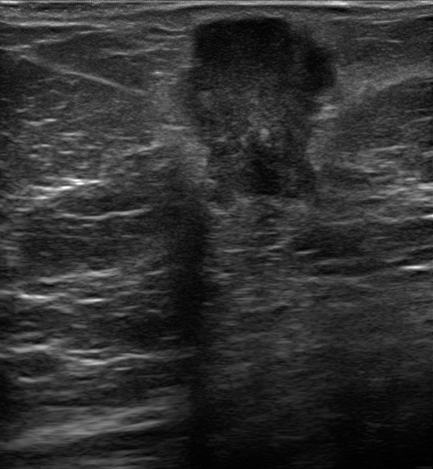
Imaging: breast US.
An irregular, hypoechoic mass with angular and indistinct margins is seen. There is a combined posterior acoustic pattern. There are calcifications in the mass. Echogenic halo: present. BI-RADS assessment: 5; biopsy or follow-up result: malignant. Biopsy result: Invasive carcinoma of no special type (NST).